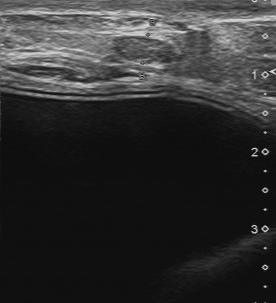
Breast ultrasound. Scanner: Toshiba Aplio 300 @12-14 MHz.
Finding: lesion, benign on biopsy or follow-up. (BI-RADS category 4.)